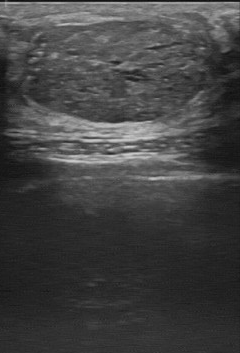
Imaging: breast sonogram. Acquired on GE Logiq 7 @10-14MHz.
- confirmed outcome (biopsy or follow-up): benign
- BI-RADS category: 4